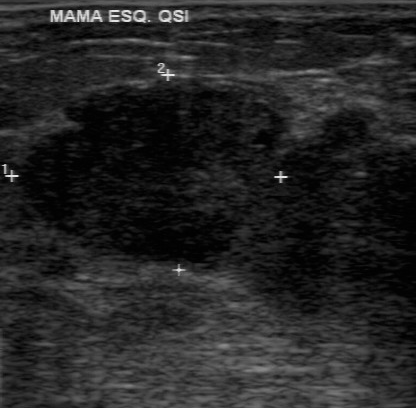
Scanner: GE Logiq 7 @10-14MHz. Imaging: breast sonogram.
Lesion region of interest: (16,75)-(289,266). The mass is malignant on biopsy or follow-up.